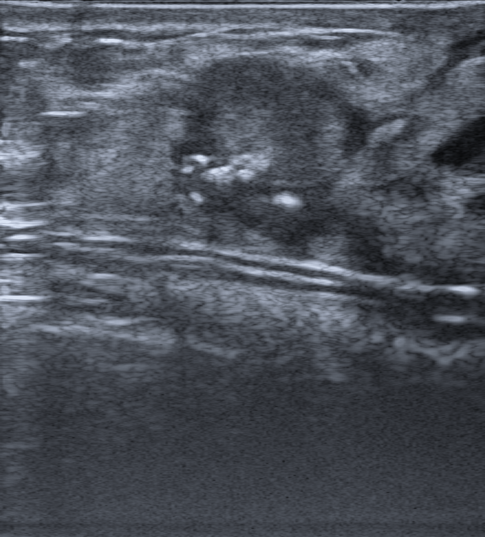
Modality: breast ultrasound scan.
Coordinates are pixels in the 485x537 image. The lesion is located within the bounding box top-left (162, 53), bottom-right (375, 260). The lesion is malignant on biopsy or follow-up.